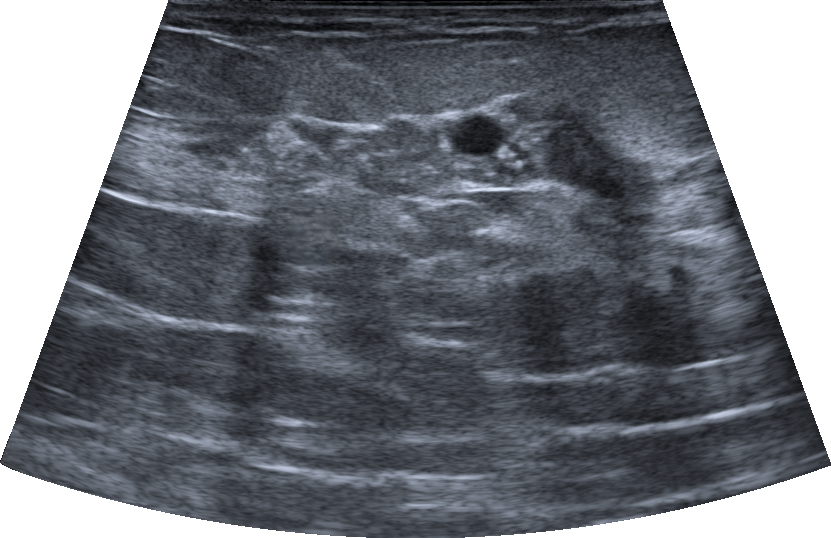
Breast ultrasound image. Background tissue composition: heterogeneous: predominantly fibroglandular.
Pixel coordinates (x1, y1, x2, y2): The breast lesion occupies approximately x1=287, y1=88, x2=653, y2=204. The breast lesion is malignant on biopsy or follow-up.